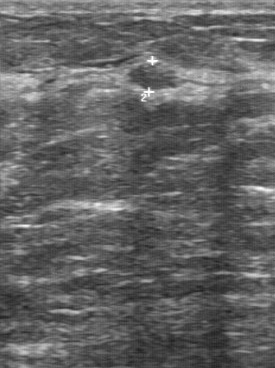
Imaging: breast US. Acquired on GE Logiq 7 @10-14MHz.
Biopsy or follow-up result: benign. BI-RADS category: 4. Biopsy result: fibroadenoma.
OUTCOME ON BIOPSY OR FOLLOW-UP: benign.